Acquired on GE Logiq 7 @10-14MHz. Modality: breast ultrasound scan.
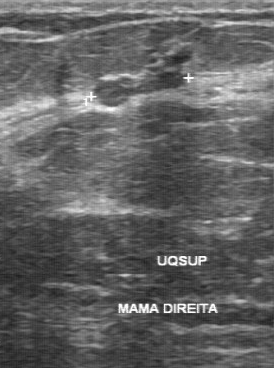
Breast ultrasound scan findings:
- boundary: somewhat unclear
- calcifications: absent
- lesion margin: partially regular
- internal echoes: slightly hypoechoic